Modality: breast US.
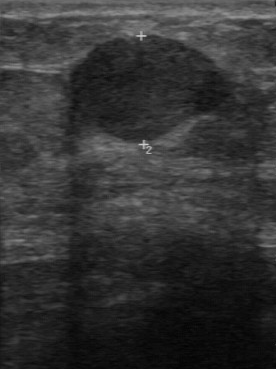
The breast lesion was assessed as BI-RADS 4 by the original reader. On a second, independent read, a breast lesion with a regular margin and a clear boundary is seen; it is hypoechoic. No calcifications are seen. Pathology confirmed malignant papillary carcinoma.